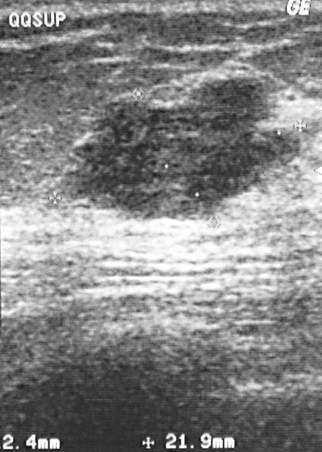
Imaging: breast ultrasound image.
Pathology confirmed invasive ductal carcinoma. BI-RADS assessment: 4. Biopsy or follow-up result: malignant.